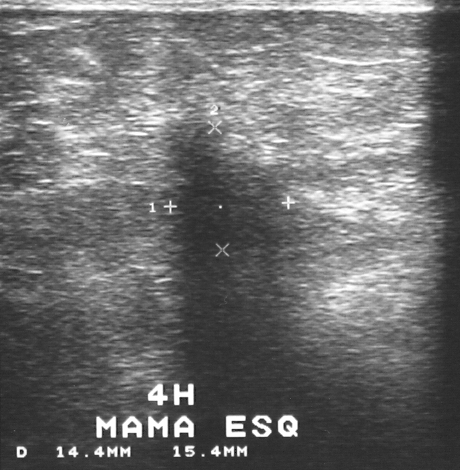
Acquired on GE Logiq 5 @10-12MHz. Imaging: breast sonogram.
Outcome on biopsy or follow-up: malignant. Pathology confirmed invasive ductal carcinoma. Assigned BI-RADS 4.